Breast US.
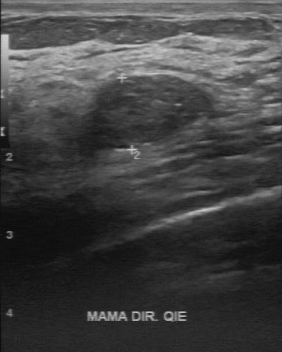
The BI-RADS is 2. The confirmed outcome (biopsy or follow-up) is benign.